Imaging: breast ultrasound scan.
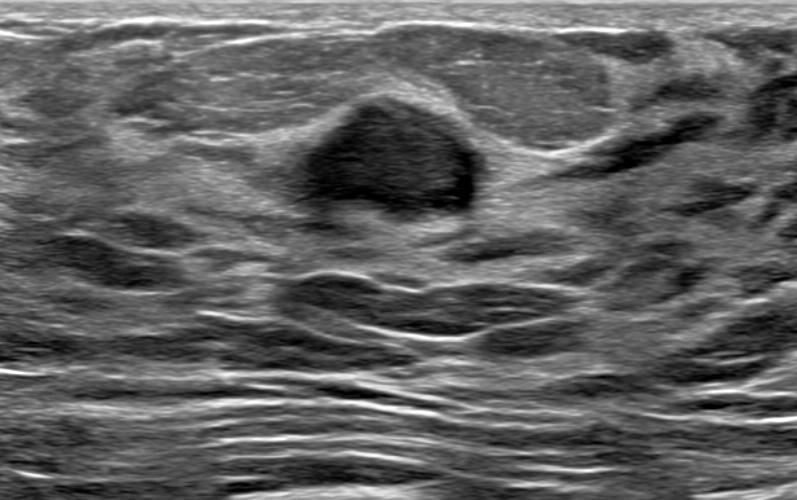
The shape is oval. BI-RADS category: 3. Echo pattern: hypoechoic. Posterior acoustic features: absent. There are no calcifications. There is no skin thickening. The borders are circumscribed. Echogenic halo: absent. Verification is confirmed by follow-up care.